Breast US.
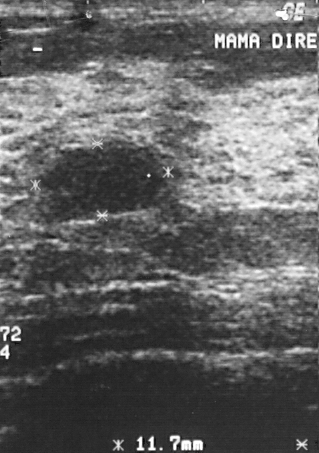
Segment the lesion: bounding box 42 145 164 222. BI-RADS 2.